Modality: breast US.
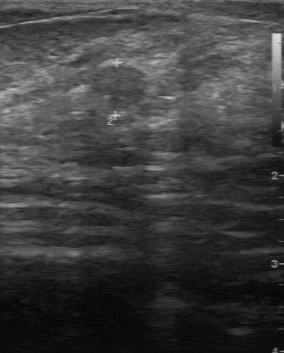
Lesion margin: partially regular. Boundary: fairly clear. Calcifications: absent. Echogenicity: slightly hypoechoic.